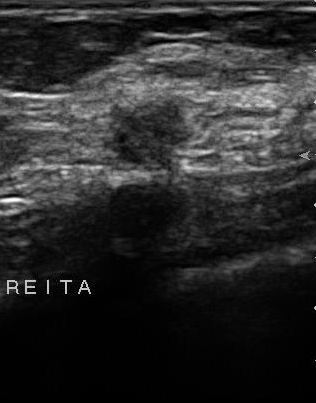
Modality: breast ultrasound scan.
The finding was assessed as BI-RADS 4 by the original reader. Findings on the second read (an independent reader): a slightly hypoechoic finding, margin partially regular, boundary somewhat unclear. No calcifications are seen. Histopathology: invasive ductal carcinoma (malignant).